Breast ultrasound image.
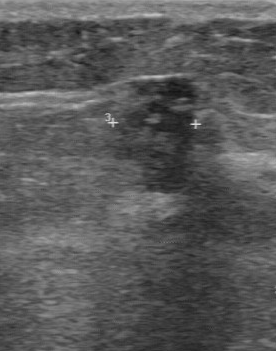
This breast ultrasound image shows a mass with hypoechoic internal echoes, irregular lesion margin, histopathology: fibroadenoma, calcifications: absent, somewhat unclear boundary.